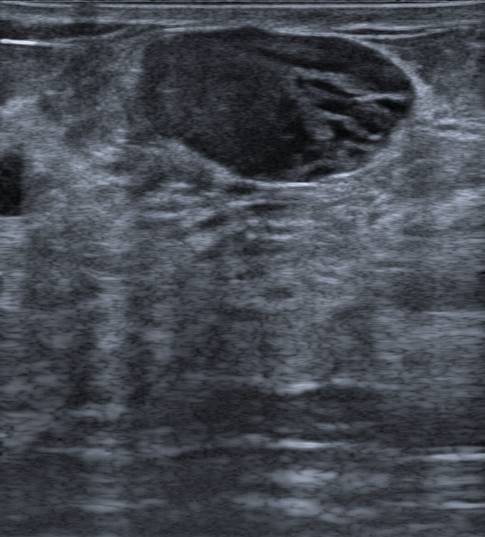
Modality: breast US. Background echotexture is homogeneous: fibroglandular.
There is no echogenic halo.
Margins are circumscribed.
The finding is heterogeneous.
The finding appears oval.
Skin thickening: none.
No calcifications are seen.
Posterior features: none.
Outcome on biopsy or follow-up: benign.
The finding is assessed as BI-RADS 4A.
Radiologist's impression: Fibroadenoma.
Histopathology: Fibroadenoma.